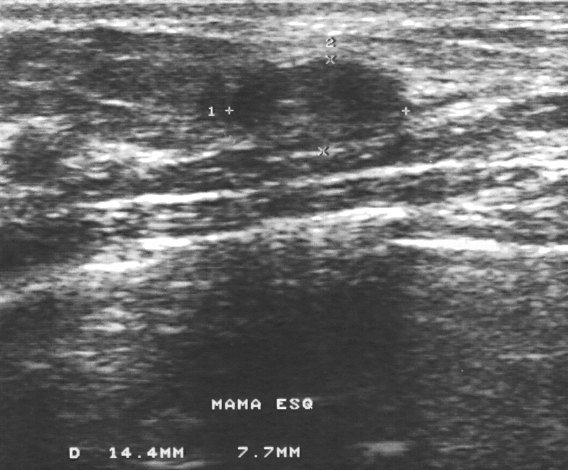
Breast sonogram.
A breast lesion is present on this breast sonogram. Assessment: BI-RADS 3. Pathology confirmed benign fibroadenoma.